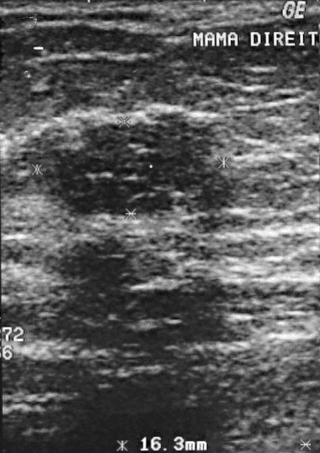
Acquired on GE Logiq 5 @10-12MHz. Modality: breast sonogram.
Biopsy showed fibroadenoma. Biopsy or follow-up result: benign. Assigned BI-RADS 4.